Modality: breast ultrasound image. Patient age: 55. Background tissue composition: heterogeneous: predominantly fat.
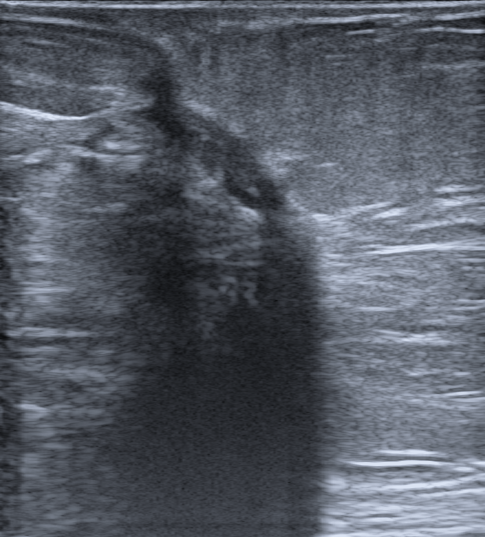
There is an irregular finding that is hypoechoic, with margins that are not circumscribed (indistinct). There is posterior shadowing. Calcifications: indefinable. There is skin thickening. BI-RADS 2; benign on biopsy or follow-up. Verification: follow-up care.